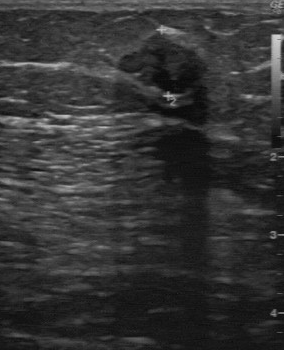
Breast ultrasound. Acquired on GE Logiq 7 @10-14MHz.
The original reader assigned BI-RADS 2. A second reader, independent of the original assessment, describes a slightly hypoechoic breast lesion with a partially regular margin; the boundary is fairly clear. Pathology confirmed benign fibroadenoma.